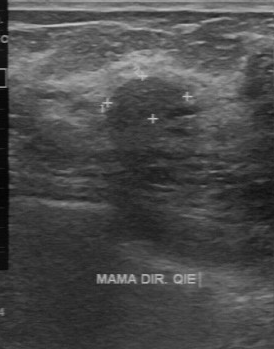
B-mode breast ultrasound.
The mass is located within the bounding box top-left (112, 78), bottom-right (183, 111). The mass is benign on biopsy or follow-up.